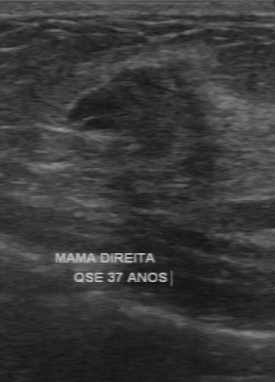
Breast sonogram.
Pixel coordinates (x1, y1, x2, y2): Breast lesion bounding box: [95, 67, 193, 149]. The breast lesion is benign on biopsy or follow-up. BI-RADS 3.